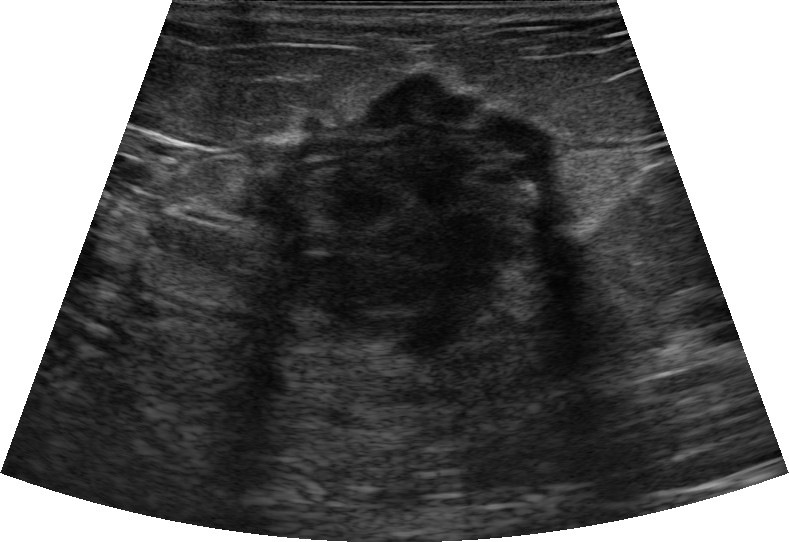
Imaging: breast sonogram. Background echotexture is heterogeneous: predominantly fibroglandular.
Outcome on biopsy or follow-up: malignant. BI-RADS 4C.